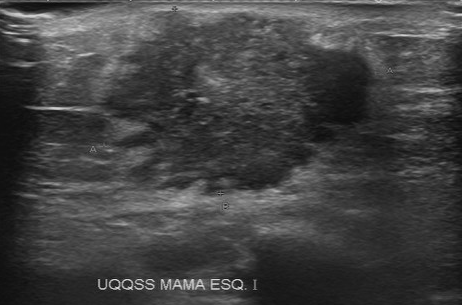
Imaging: breast ultrasound image.
A mass is seen with histopathology: invasive ductal carcinoma, BI-RADS: 5.